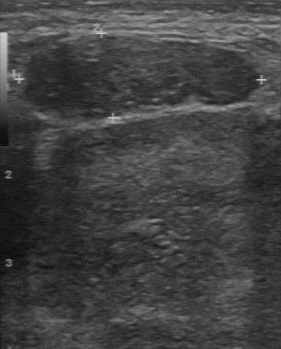
Modality: breast ultrasound image. Acquired on GE Logiq 7 @10-14MHz.
FINDINGS: Breast ultrasound image. Echogenicity: slightly hypoechoic. Calcifications: none. Lesion margin: regular. Boundary: clear.